Imaging: B-mode breast ultrasound.
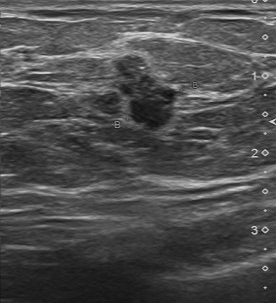
B-mode breast ultrasound findings:
- echogenicity: slightly hypoechoic
- calcifications: suspected
- lesion boundary: somewhat unclear
- margin: partially regular